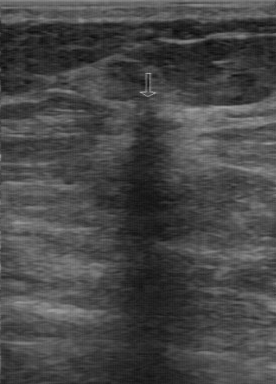
Breast sonogram.
Biopsy or follow-up result: malignant.